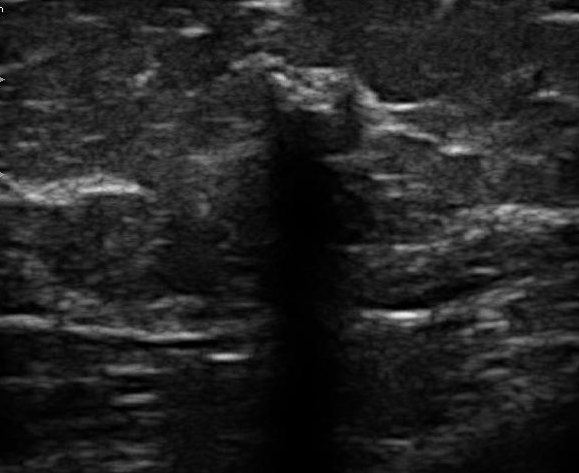
Breast ultrasound.
- boundary: unclear
- internal echoes: hypoechoic
- margin: irregular
- biopsy or follow-up result: malignant
- calcifications: none